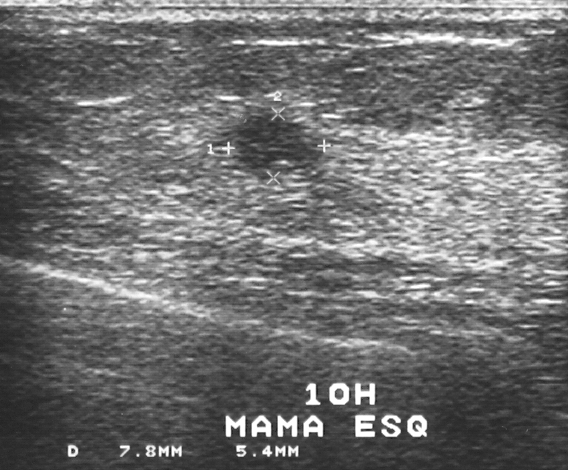
Acquired on GE Logiq 5 @10-12MHz. Modality: breast ultrasound image.
Breast lesion bounding box: [229, 113, 322, 171]. The breast lesion is malignant on biopsy or follow-up. BI-RADS 3.